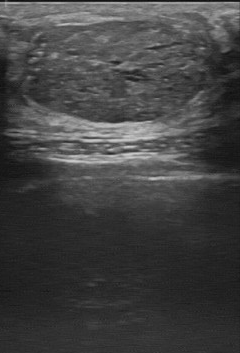
Imaging: breast ultrasound.
BI-RADS 4 in the original read; on a second read the margin is regular, the boundary clear and the breast lesion slightly hypoechoic. Calcifications: multiple calcifications. Histopathology: phyllodes tumor (benign).